Modality: B-mode breast ultrasound.
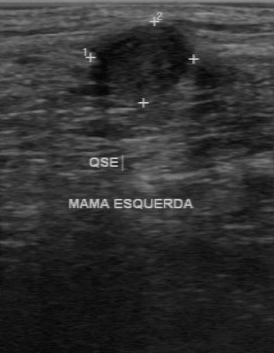
This B-mode breast ultrasound shows a mass with biopsy or follow-up result: malignant, BI-RADS category: 4.